Imaging: breast ultrasound scan.
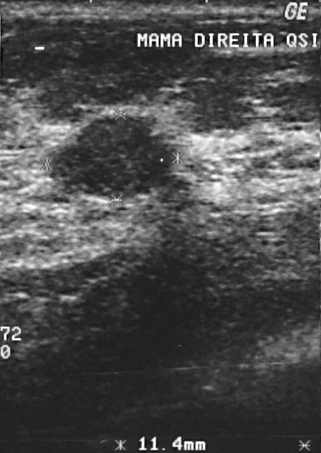
Biopsy or follow-up result: benign.